Imaging: breast ultrasound.
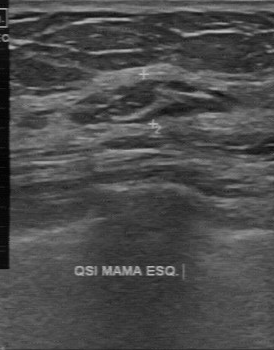
BI-RADS: 2.
OUTCOME ON BIOPSY OR FOLLOW-UP: benign.